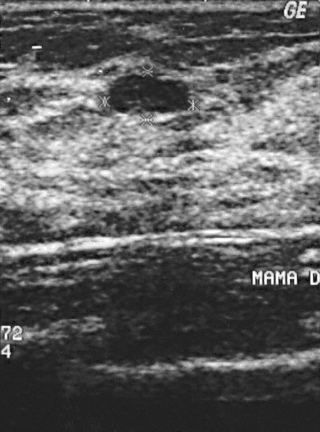
Imaging: breast sonogram.
Segment the mass: bounding box (111,74)-(189,115).